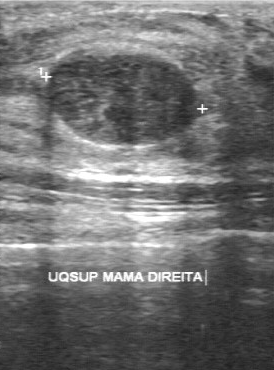
Modality: B-mode breast ultrasound.
The mass is benign on biopsy or follow-up. (BI-RADS category 3.)